B-mode breast ultrasound.
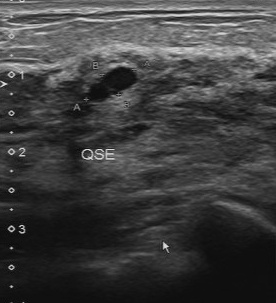
The lesion was assessed as BI-RADS 2 by the original reader. On a second read by an independent reader: Internally the lesion is hypoechoic. The lesion has a regular margin. No calcifications are seen. The lesion boundary is clear. The biopsy result was cyst; the lesion is benign.